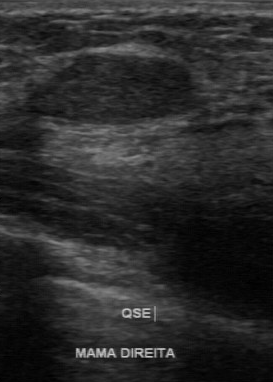
Modality: breast US. Scanner: GE Logiq 7 @10-14MHz.
The mass was assessed as BI-RADS 2 by the original reader. A second reader, independent of the original assessment, describes a hypoechoic mass with a regular margin; the boundary is clear. There are no calcifications. Histopathology: fibroadenoma (benign).